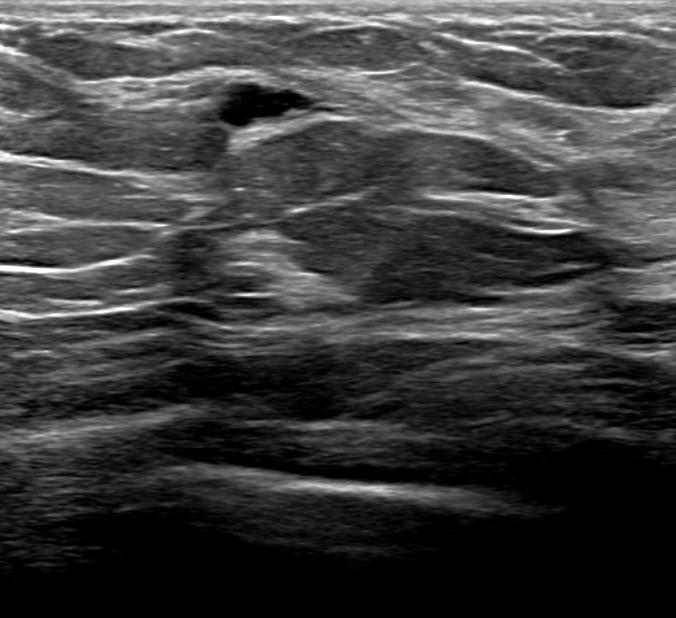
Breast ultrasound image.
An irregular, anechoic mass with circumscribed margins is seen. No posterior acoustic features are seen. There are no calcifications. BI-RADS assessment: 2; biopsy or follow-up result: benign. Verification: follow-up care.